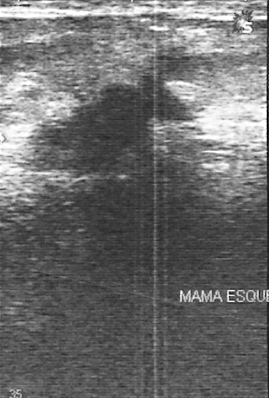
Breast ultrasound scan.
Breast ultrasound scan findings:
- BI-RADS assessment: 4